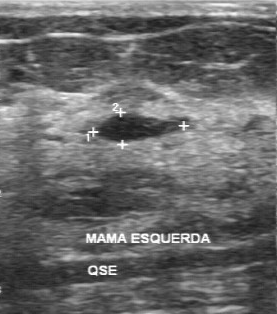
Modality: breast ultrasound image.
BI-RADS 2 in the original read.
The following findings are from a second reader, independent of the original assessment.
The margin is regular.
Boundary: clear.
Internally the mass is hypoechoic.
There are no calcifications.
Histopathology: cyst (benign).